Scanner: GE Logiq 5 @10-12MHz. Modality: breast ultrasound image.
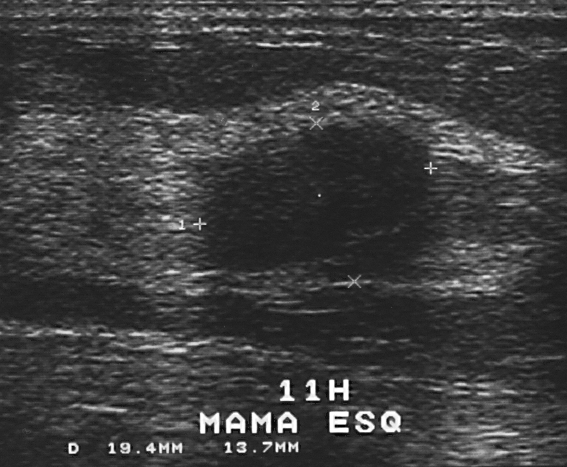
This breast ultrasound image shows a breast lesion, benign on biopsy or follow-up.